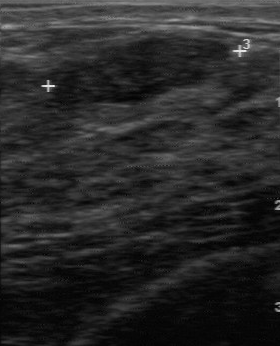
Imaging: breast ultrasound image.
Biopsy or follow-up result: benign. Internal echoes: hypoechoic. Contour: regular. There are no calcifications. The lesion boundary is clear.